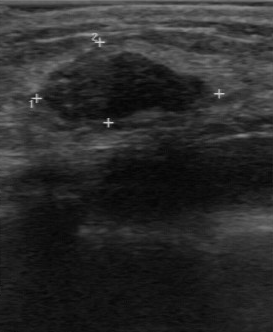
Scanner: GE Logiq 7 @10-14MHz. Breast ultrasound scan.
BI-RADS 3 in the original read.
Descriptors from an independent second read (not the reader who assigned the category):
The lesion has a regular margin.
Its boundary is clear.
Echo pattern: hypoechoic.
No calcifications are seen.
Biopsy showed fibroadenoma, a benign finding.